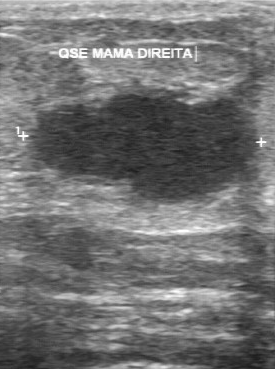
Imaging: B-mode breast ultrasound.
BI-RADS 5 in the original read; on a second read the margin is partially regular, the boundary fairly clear and the finding hypoechoic. Histopathology: invasive ductal carcinoma (malignant).